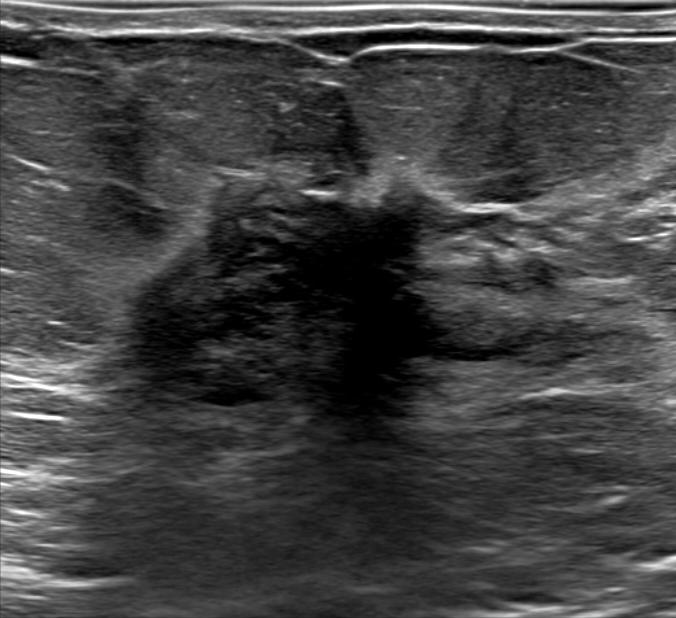
Modality: breast ultrasound scan.
BI-RADS category: 5. Borders: not circumscribed - spiculated and angular. Echotexture: heterogeneous. Posterior acoustic features: none. Verification: confirmed by biopsy. Skin thickening: none. Lesion shape: irregular. Calcifications: absent. Echogenic halo: present.
OUTCOME ON BIOPSY OR FOLLOW-UP: malignant.